Breast ultrasound scan.
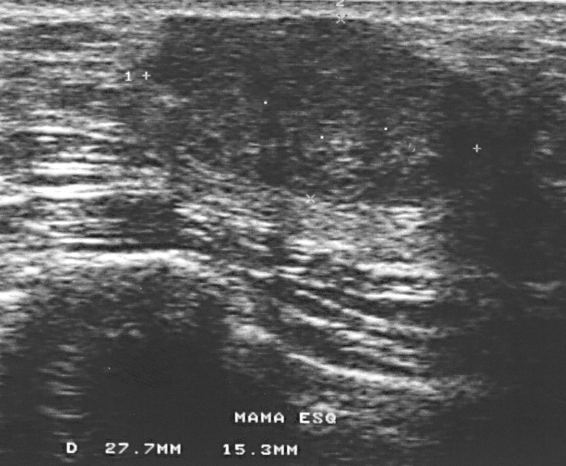
Finding: mass, benign on biopsy or follow-up.